Modality: B-mode breast ultrasound.
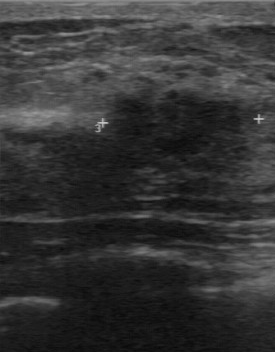
FINDINGS: Biopsy result: fibroadenoma. BI-RADS: 4. Outcome on biopsy or follow-up: benign.
OUTCOME ON BIOPSY OR FOLLOW-UP: benign.